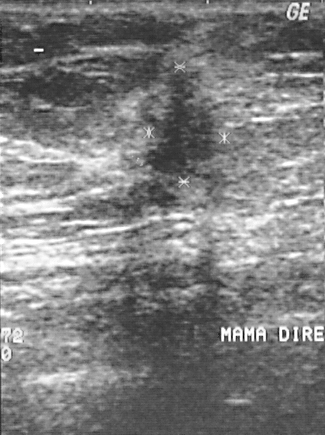
Modality: breast ultrasound image.
Assigned BI-RADS 4.
Biopsy showed invasive ductal carcinoma, a malignant finding.
Outcome on biopsy or follow-up: malignant.